Imaging: breast ultrasound scan.
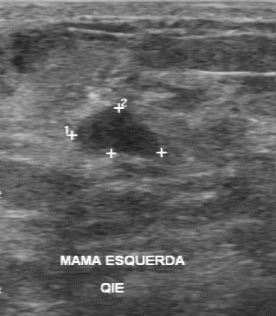
BI-RADS 3 in the original read.
A second, independent read describes the breast lesion as follows.
Margin: regular.
Boundary: clear.
Echo pattern: hypoechoic.
No calcifications are seen.
The biopsy result was fibroadenoma; the breast lesion is benign.